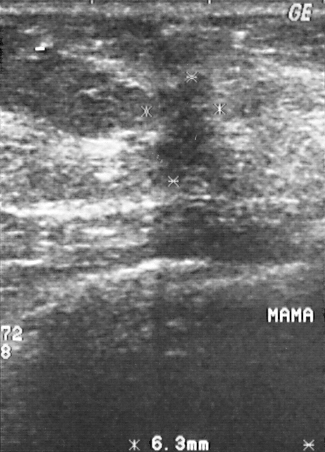
Acquired on GE Logiq 5 @10-12MHz. Modality: B-mode breast ultrasound.
Finding bounding box: 153 76 225 181. The finding is malignant on biopsy or follow-up.